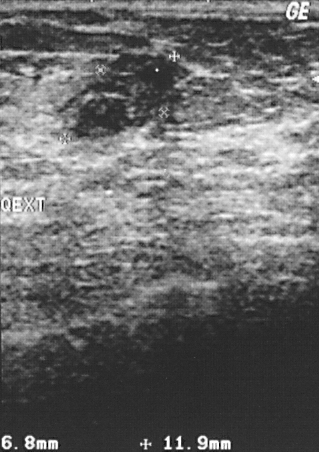
Modality: breast ultrasound.
Pixel coordinates (x1, y1, x2, y2): Mass bounding box: top-left (75, 53), bottom-right (173, 138).